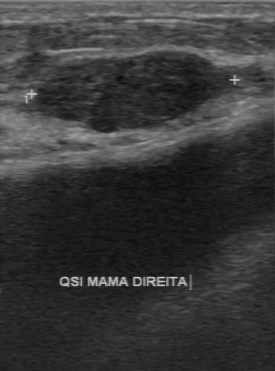
Modality: breast sonogram.
Original-read BI-RADS category: 2. On a second read by an independent reader: Calcifications: none. Boundary: clear. The margin is regular. Internally the finding is hypoechoic. Biopsy showed fibroadenoma, a benign finding.